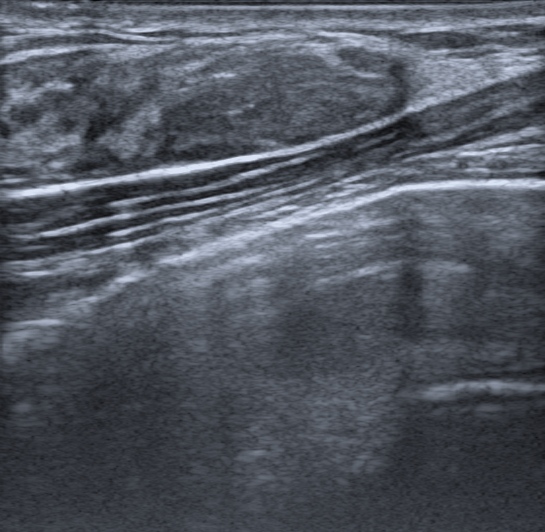
Background tissue composition: homogeneous: fibroglandular. Breast sonogram.
There are no calcifications.
The lesion is oval in shape.
No posterior acoustic features are seen.
Margin: circumscribed.
Echogenic halo: absent.
No skin thickening is seen.
Echogenicity: hypoechoic.
Differential on reading: Fibroadenoma.
Histopathology: Fibroadenoma.
BI-RADS category 4A.